Imaging: breast US.
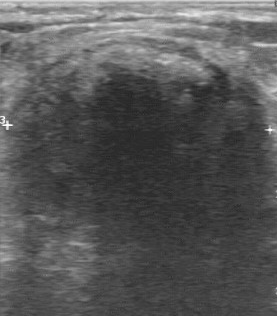
BI-RADS 4 in the original read; on a second read the margin is regular, the boundary clear and the mass anechoic. The biopsy result was galactocele; the mass is benign.